Modality: breast sonogram.
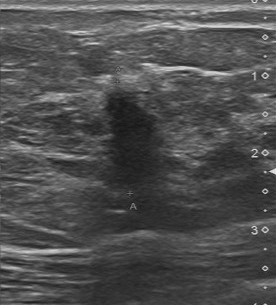
No calcifications are seen. Boundary: unclear. The echo pattern is hypoechoic. Lesion margin: irregular.